Imaging: breast sonogram.
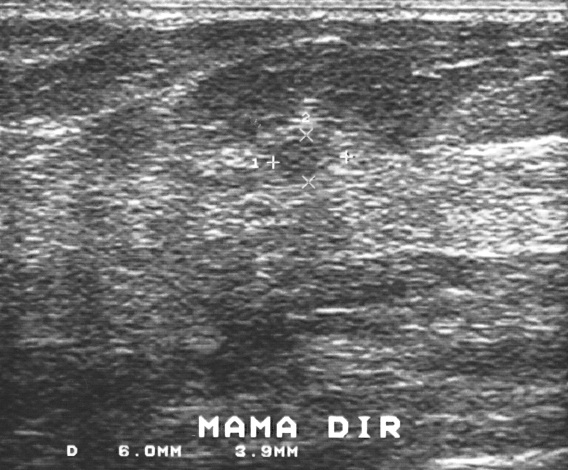
A lesion is present on this breast sonogram. BI-RADS category 3. Histopathology: fibroadenoma (benign).